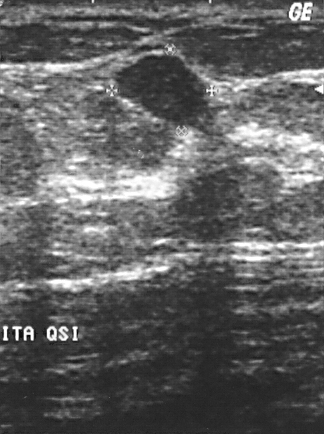
Acquired on GE Logiq 5 @10-12MHz. Imaging: breast ultrasound.
Biopsy or follow-up result: benign. BI-RADS category 2. The biopsy result was sclerosing adenosis; the finding is benign.